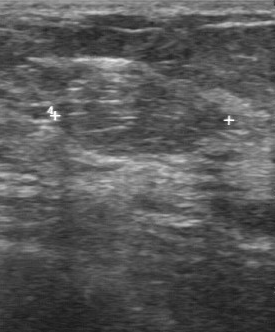
Modality: breast US.
The pathology is lipoma. The biopsy or follow-up result is benign. The BI-RADS is 2.